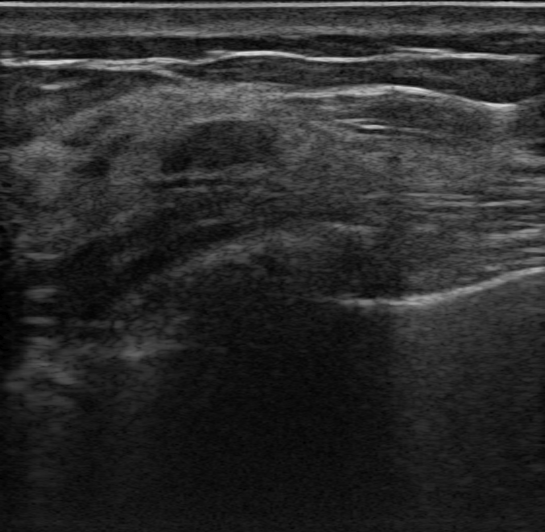
Imaging: breast US. 50-year-old patient.
Finding: mass, benign on biopsy or follow-up.